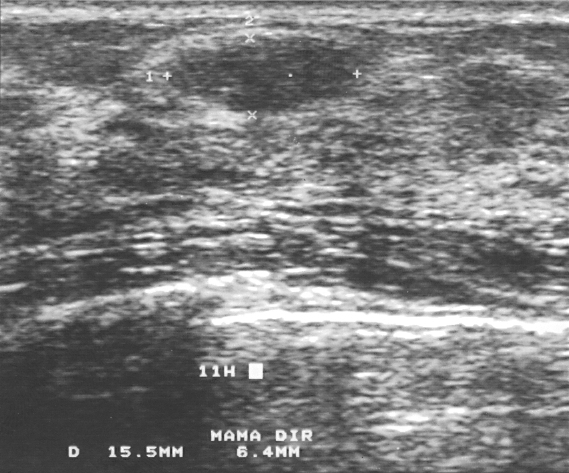
Modality: breast sonogram.
A mass is seen with biopsy or follow-up result: benign, BI-RADS category: 3.